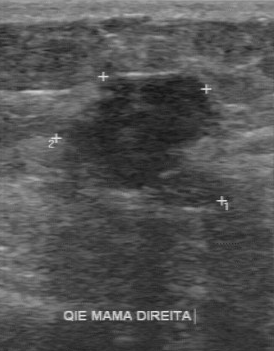
Breast ultrasound scan.
The finding was assessed as BI-RADS 4 by the original reader.
On a second read by an independent reader:
The finding has a regular margin.
Its boundary is clear.
Internally the finding is hypoechoic.
No calcifications are seen.
Histopathology: fibroadenoma (benign).